Imaging: breast sonogram.
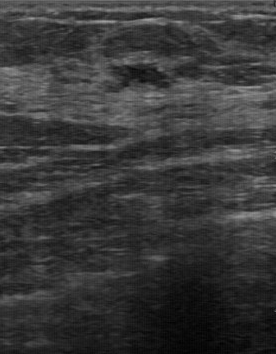
The lesion was assessed as BI-RADS 3 by the original reader. The following findings are from a second reader, independent of the original assessment. The margin is regular. Its boundary is clear. Echo pattern: hypoechoic. There are no calcifications. The biopsy result was fibroadenoma; the lesion is benign.